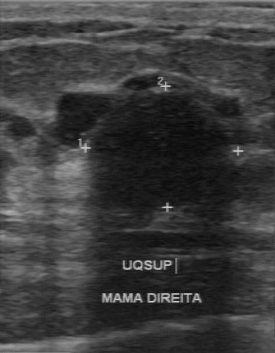
Modality: B-mode breast ultrasound.
FINDINGS: B-mode breast ultrasound. Outcome on biopsy or follow-up: benign. Independent BI-RADS assessment: 3.